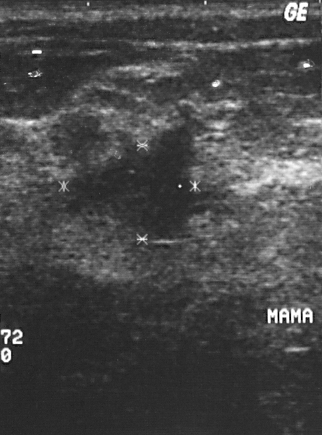
B-mode breast ultrasound.
Pixel coordinates (x1, y1, x2, y2): Breast lesion bounding box: (49, 113) to (211, 254). The breast lesion is malignant on biopsy or follow-up. BI-RADS 4.